Modality: breast US.
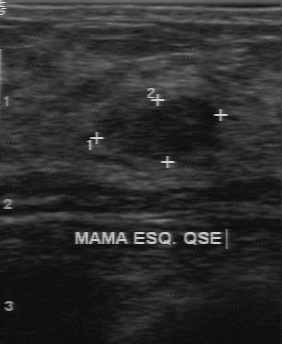
A breast lesion is seen with calcifications: none, regular contour, independent BI-RADS assessment: 3.